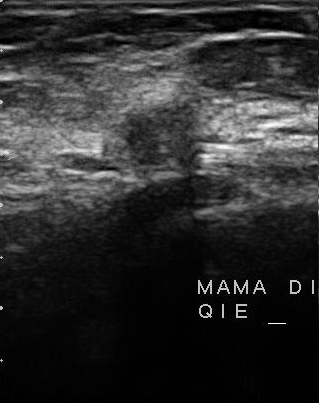
Imaging: breast US.
The lesion is malignant on biopsy or follow-up.